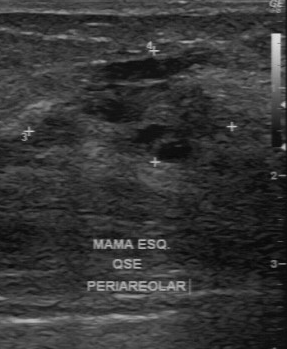
Breast sonogram.
The original reader assigned BI-RADS 4. A second, independent read describes the lesion as follows. Calcifications: none. The lesion has a mixed cystic and solid echo pattern. The margin is irregular. Its boundary is unclear. Histopathology: hyperplasia (benign).